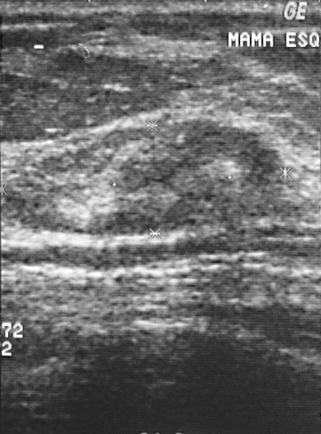
Modality: breast ultrasound.
A finding is seen. Assessment: BI-RADS 2. Pathology confirmed benign fibrocystic changes.